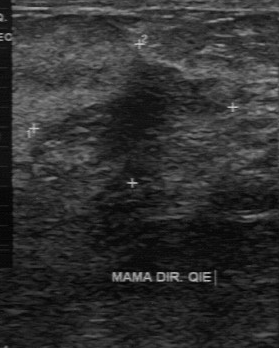
Modality: breast ultrasound image.
Internal echoes: slightly hypoechoic. Outcome on biopsy or follow-up: benign. Original BI-RADS: 4. Boundary: unclear. BI-RADS (second read): 4A. Calcifications: absent.